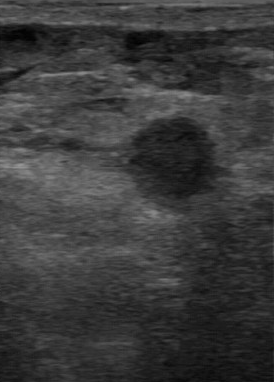
Modality: breast ultrasound.
Original-read BI-RADS category: 4. On a second read by an independent reader: Internally the lesion is hypoechoic. No calcifications are seen. The lesion has a partially regular margin. Its boundary is fairly clear. Histopathology: invasive ductal carcinoma (malignant).